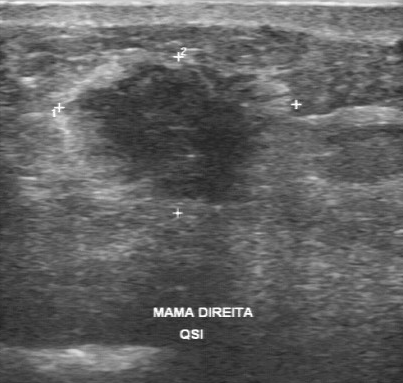
Imaging: B-mode breast ultrasound. Acquired on GE Logiq 7 @10-14MHz.
Echogenicity is hypoechoic. Calcifications are absent. Boundary: unclear. The contour is irregular.